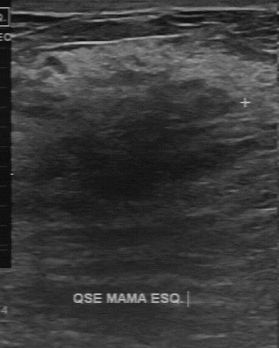
Imaging: breast sonogram.
The mass was assessed as BI-RADS 4 by the original reader. On a second, independent read, a mass with an irregular margin and an unclear boundary is seen; it is slightly hypoechoic. Histopathology: fibrocystic changes (benign).